Breast ultrasound scan. Acquired on GE Logiq 7 @10-14MHz.
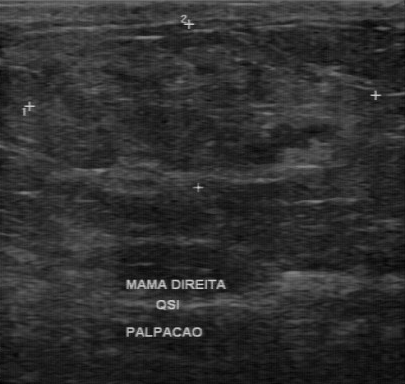
A breast lesion is seen with regular lesion margin, clear lesion boundary, hypoechoic internal echoes, calcifications: none.